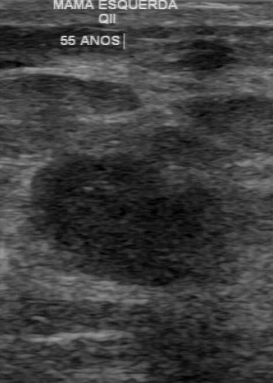
Breast ultrasound. Scanner: GE Logiq 7 @10-14MHz.
Biopsy or follow-up result: malignant.